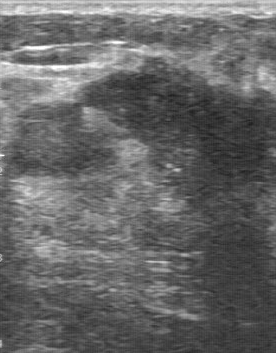
Breast sonogram.
Original-read BI-RADS category: 5. On a second, independent read, a breast lesion with an irregular margin and an unclear boundary is seen; it is heterogeneous. There are multiple calcifications. Pathology confirmed malignant invasive ductal carcinoma.